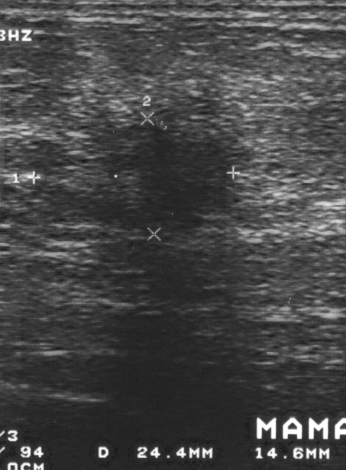
Breast sonogram. Scanner: GE Logiq 5 @10-12MHz.
A breast lesion is seen with histopathology: invasive ductal carcinoma, BI-RADS assessment: 4, confirmed outcome (biopsy or follow-up): malignant.